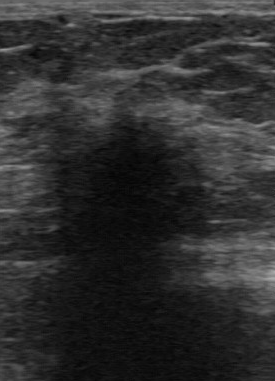
Modality: B-mode breast ultrasound. Scanner: GE Logiq 7 @10-14MHz.
This B-mode breast ultrasound shows a breast lesion with hypoechoic echo pattern, calcifications: none, unclear boundary, second-reader BI-RADS: 4C, irregular margin, outcome on biopsy or follow-up: malignant.